Breast ultrasound scan.
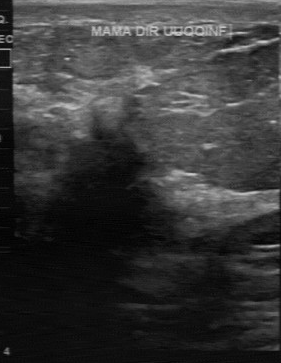
Coordinates are pixels in the 281x363 image. Segment the lesion: bounding box (39, 94) to (180, 254).